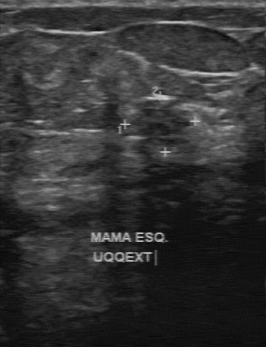
Breast ultrasound.
This breast ultrasound shows a finding, benign on biopsy or follow-up.